Modality: breast ultrasound.
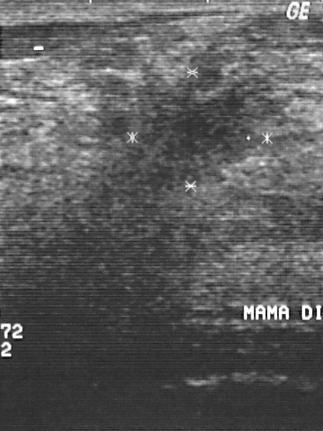
A mass is present on this breast ultrasound. It was assessed as BI-RADS 4. Histopathology: invasive ductal carcinoma (malignant).